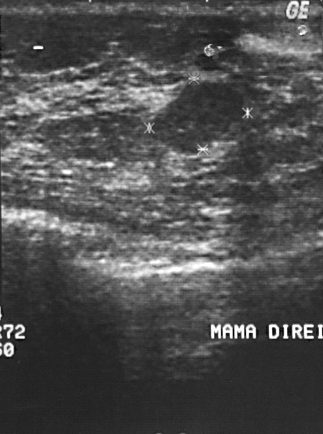
Breast ultrasound.
BI-RADS: 2. The biopsy result is fibroadenoma. Outcome on biopsy or follow-up is benign.